Breast US.
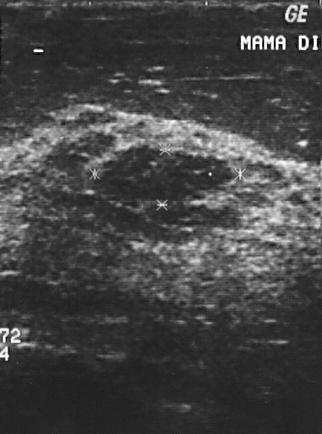
The biopsy result was fibroadenoma.
The mass is assessed as BI-RADS 2.
This mass proved benign on biopsy or follow-up.